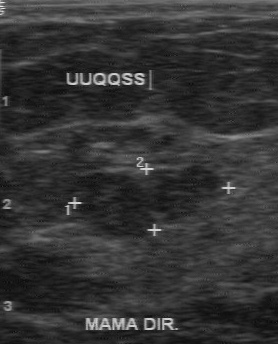
Modality: B-mode breast ultrasound.
The mass occupies approximately top-left (82, 167), bottom-right (226, 237). The mass is benign on biopsy or follow-up.